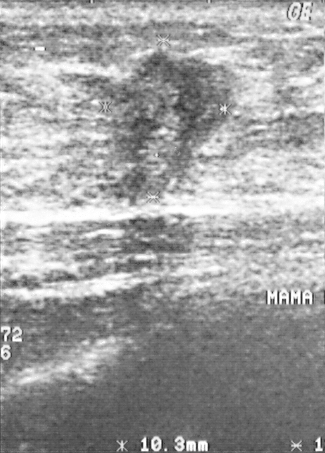
Scanner: GE Logiq 5 @10-12MHz. Imaging: breast ultrasound image.
A mass is seen. BI-RADS category 5. Biopsy showed invasive ductal carcinoma, a malignant finding.